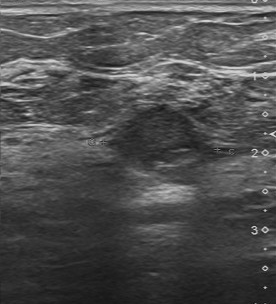
Imaging: breast US.
Breast US findings:
- calcifications: absent
- lesion boundary: fairly clear
- lesion margin: partially regular
- echo pattern: slightly hypoechoic